Modality: breast US.
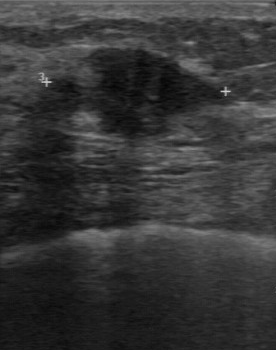
The lesion was categorized BI-RADS 4 in the original read. Findings on the second read (an independent reader): a hypoechoic lesion, margin partially regular, boundary somewhat unclear. Calcifications: none. The biopsy result was invasive ductal carcinoma; the lesion is malignant.